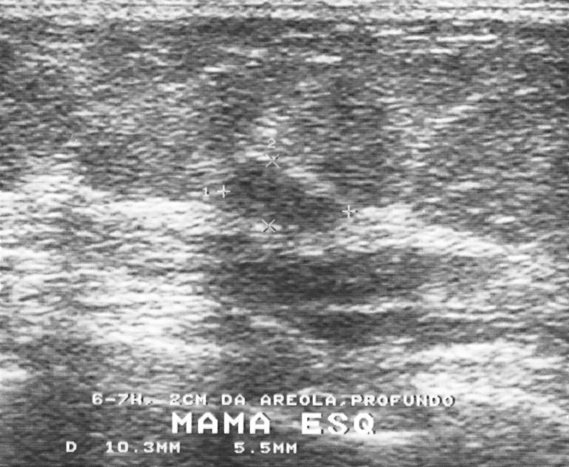
Modality: breast ultrasound. Acquired on GE Logiq 5 @10-12MHz.
This breast ultrasound shows a finding, benign on biopsy or follow-up.